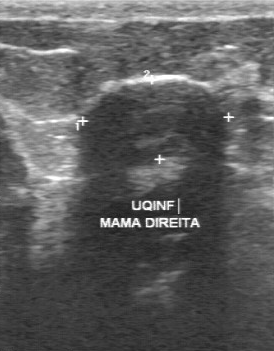
Modality: breast US.
The breast lesion was categorized BI-RADS 3 in the original read. On a second read by an independent reader: The lesion boundary is fairly clear. Margin: regular. Echo pattern: hypoechoic. No calcifications are seen. Histopathology: fibroadenoma (benign).